Modality: breast ultrasound scan.
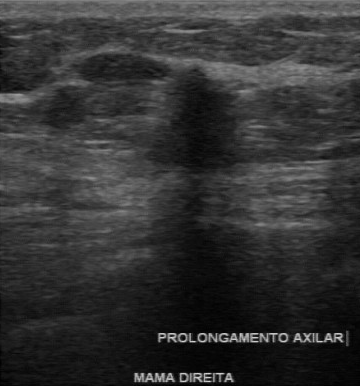
(coordinates in a 360x386 pixel frame) Segment the mass: bounding box 144 67 238 168.